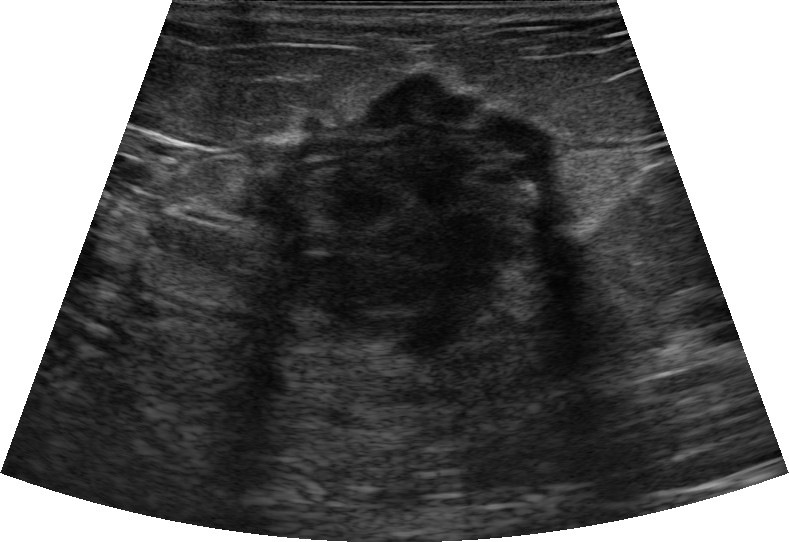
Background tissue composition: heterogeneous: predominantly fibroglandular. Age 70. Breast ultrasound scan.
BI-RADS assessment: 4C. This breast lesion proved malignant on biopsy or follow-up. The breast lesion appears irregular. The breast lesion has indistinct margins. Internally the breast lesion is hypoechoic. Posterior features: shadowing. Echogenic halo: absent. No calcifications are seen. There is no skin thickening.